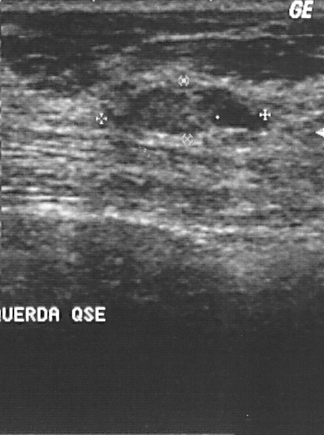
Scanner: GE Logiq 5 @10-12MHz. Imaging: breast ultrasound image.
Pixel coordinates (x1, y1, x2, y2): The breast lesion occupies approximately top-left (99, 83), bottom-right (260, 136). The breast lesion is benign on biopsy or follow-up. BI-RADS 2.